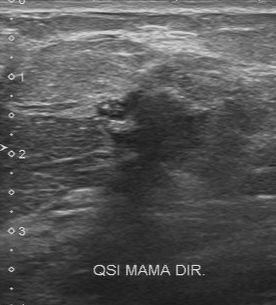
Acquired on Toshiba Aplio 300 @12-14 MHz. Breast ultrasound image.
Outcome on biopsy or follow-up: malignant.